Modality: B-mode breast ultrasound.
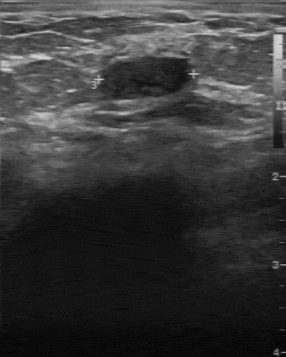
The original reader assigned BI-RADS 2. A second reader, independent of the original assessment, describes a slightly hypoechoic finding with a regular margin; the boundary is clear. Calcifications: none. Histopathology: cyst (benign).